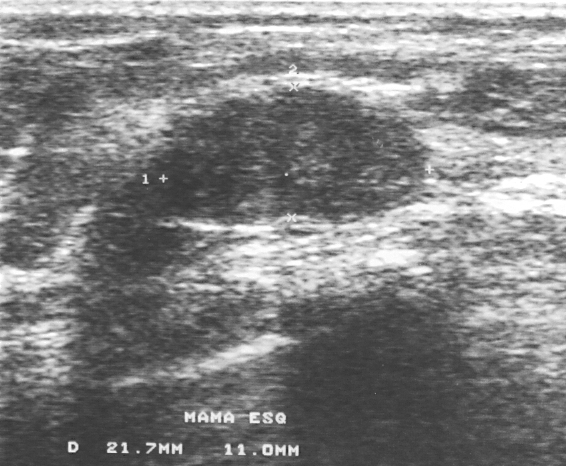
Imaging: B-mode breast ultrasound.
Histopathology: fibroadenoma (benign). BI-RADS assessment: 3. The mass is benign on biopsy or follow-up.